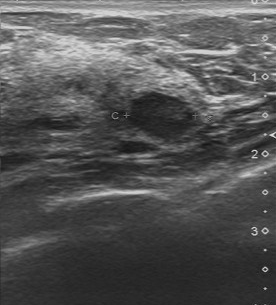
Acquired on Toshiba Aplio 300 @12-14 MHz. Imaging: breast ultrasound image.
Biopsy or follow-up result: benign. (BI-RADS category 3.)